Modality: breast sonogram.
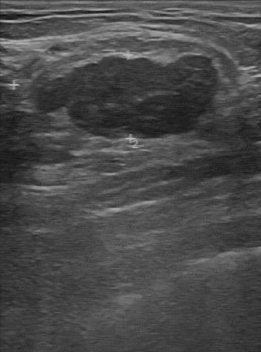
Breast sonogram findings:
- BI-RADS category: 4
- confirmed outcome (biopsy or follow-up): benign